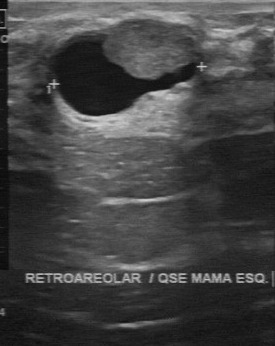
Imaging: breast ultrasound image.
Outcome on biopsy or follow-up: benign.